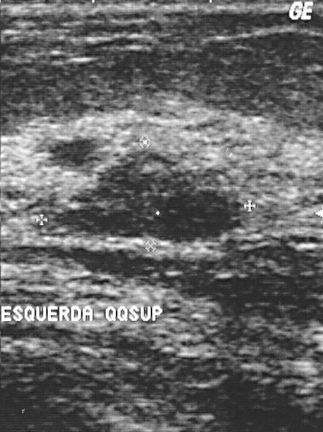
Imaging: breast ultrasound scan.
BI-RADS assessment is 3. Biopsy result is intraductal papilloma.